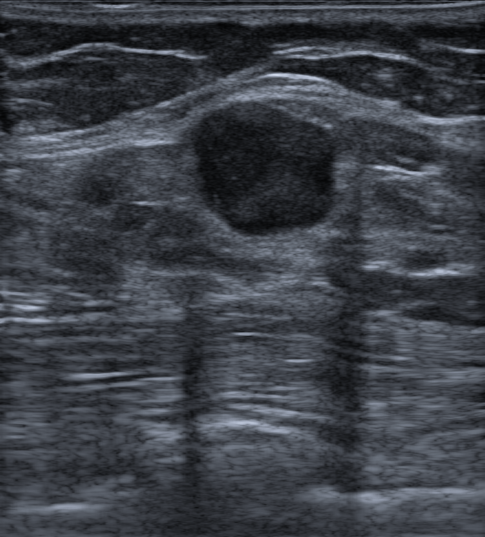
Breast ultrasound image. Background tissue composition: heterogeneous: predominantly fat.
(coordinates in a 485x537 pixel frame) The finding is located within the bounding box top-left (190, 101), bottom-right (337, 239).